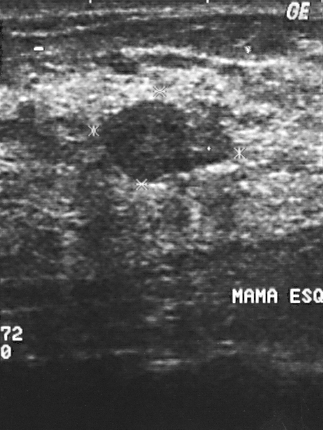
Modality: breast ultrasound image.
The biopsy result was fibroadenoma. Assigned BI-RADS 2. Biopsy or follow-up result: benign.